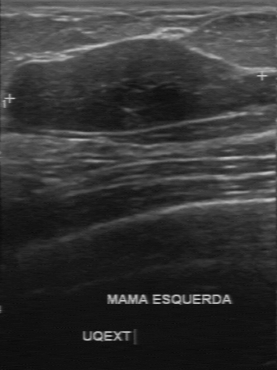
Imaging: breast ultrasound scan. Scanner: GE Logiq 7 @10-14MHz.
BI-RADS 2 in the original read. The following findings are from a second reader, independent of the original assessment. The lesion has a regular margin. Its boundary is clear. Echo pattern: hypoechoic. Calcifications: none. The biopsy result was fibroadenoma; the lesion is benign.